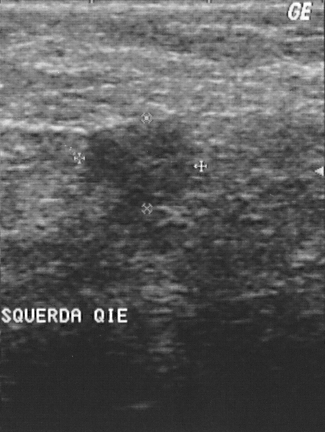
Scanner: GE Logiq 5 @10-12MHz. Modality: breast US.
BI-RADS category 4.
Outcome on biopsy or follow-up: malignant.
Biopsy showed invasive ductal carcinoma, a malignant finding.